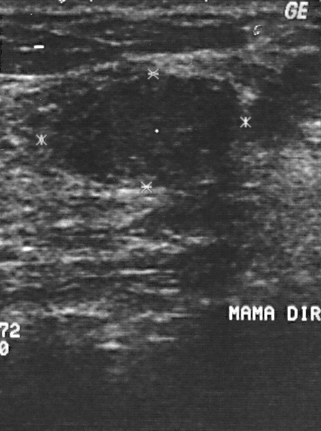
Imaging: breast ultrasound scan.
A breast lesion is present on this breast ultrasound scan. Assessment: BI-RADS 2. Biopsy showed fibrocystic changes, a benign finding.